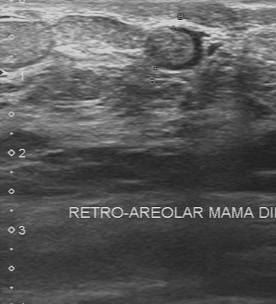
Breast ultrasound scan.
The lesion is benign on biopsy or follow-up.